Modality: breast sonogram.
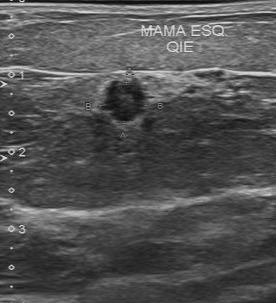
The finding was categorized BI-RADS 4 in the original read. A second reader, independent of the original assessment, describes a hypoechoic finding with a regular margin; the boundary is clear. Calcifications: none. Histopathology: invasive ductal carcinoma (malignant).